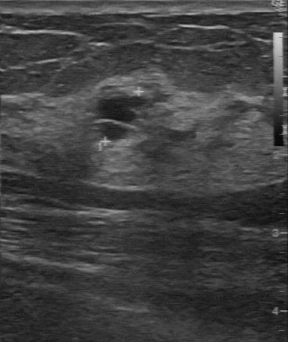
Imaging: B-mode breast ultrasound.
Breast lesion bounding box: x1=97, y1=96, x2=149, y2=139. The breast lesion is benign on biopsy or follow-up. BI-RADS 2.